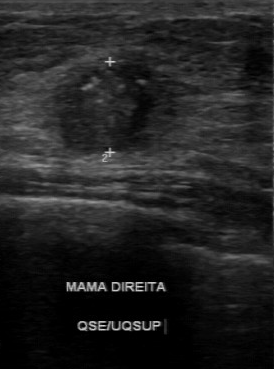
Breast ultrasound scan.
Coordinates are pixels in the 274x369 image. The lesion occupies approximately top-left (52, 61), bottom-right (206, 156). The lesion is malignant on biopsy or follow-up.